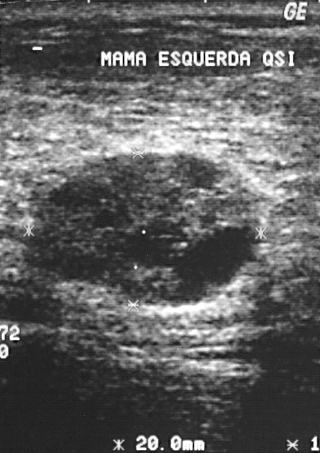
Modality: breast ultrasound.
Biopsy showed cyst, a benign finding.
BI-RADS category 3.